B-mode breast ultrasound.
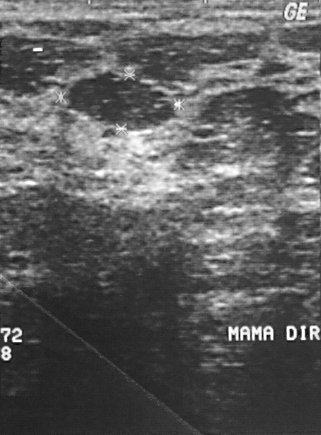
The breast lesion is assessed as BI-RADS 2.
Histopathology: fibroadenoma (benign).
The breast lesion is benign on biopsy or follow-up.